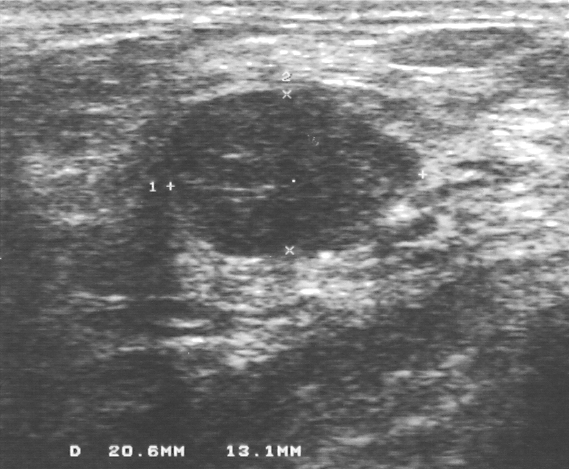
Modality: breast US.
This breast US shows a breast lesion, benign on biopsy or follow-up. BI-RADS 3.